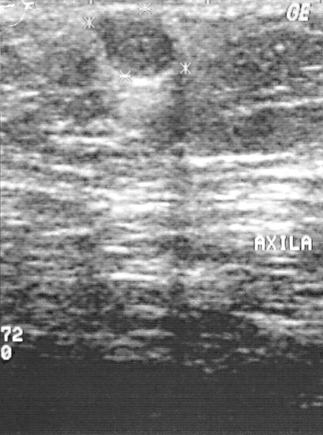
B-mode breast ultrasound.
(coordinates in a 323x435 pixel frame) Segment the breast lesion: bounding box x1=95, y1=18, x2=173, y2=77. BI-RADS 2.